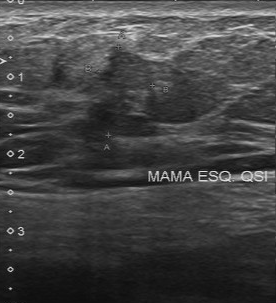
Imaging: breast ultrasound scan.
(coordinates in a 276x303 pixel frame) Lesion region of interest: 96 50 151 124.